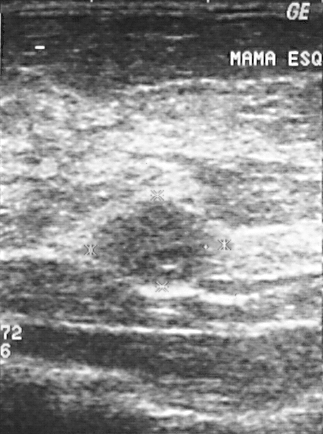
Modality: breast ultrasound.
Outcome on biopsy or follow-up: benign.